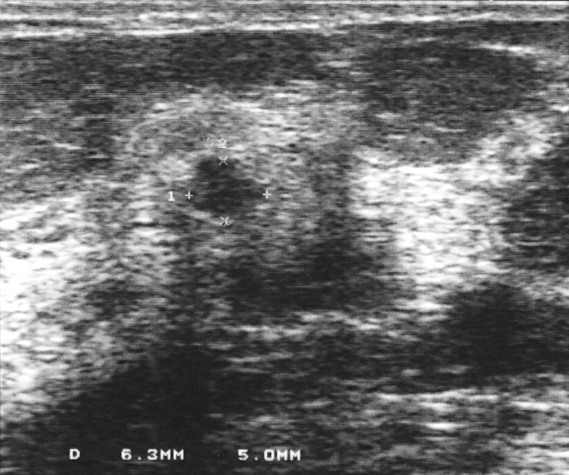
Acquired on GE Logiq 5 @10-12MHz. Modality: breast US.
Lesion characteristics:
- biopsy result: fibroadenoma
- BI-RADS: 3